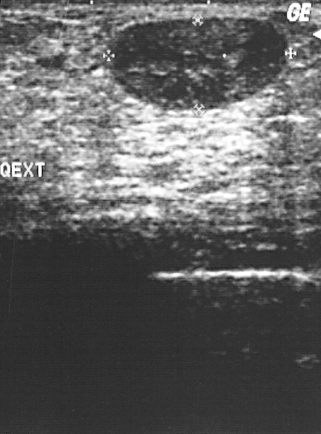
Breast sonogram.
The finding is benign on biopsy or follow-up. Biopsy showed fibroadenoma. BI-RADS assessment: 2.